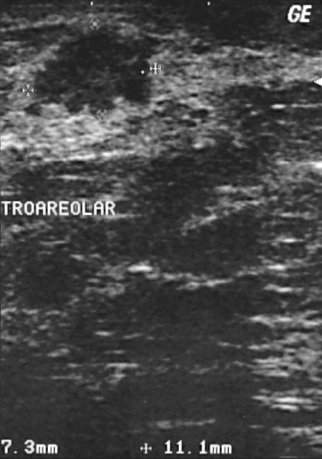
Imaging: breast ultrasound scan.
Biopsy or follow-up result: malignant. Biopsy showed invasive ductal carcinoma. Assigned BI-RADS 4.